Modality: breast ultrasound. Acquired on GE Logiq 7 @10-14MHz.
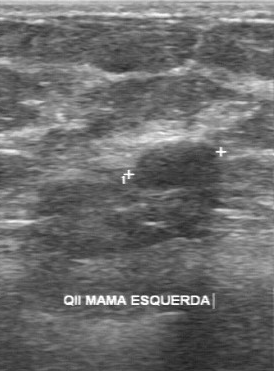
BI-RADS 4 in the original read. A second reader, independent of the original assessment, describes a slightly hypoechoic mass with a partially regular margin; the boundary is fairly clear. No calcifications are seen. Biopsy showed fibroadenoma, a benign finding.